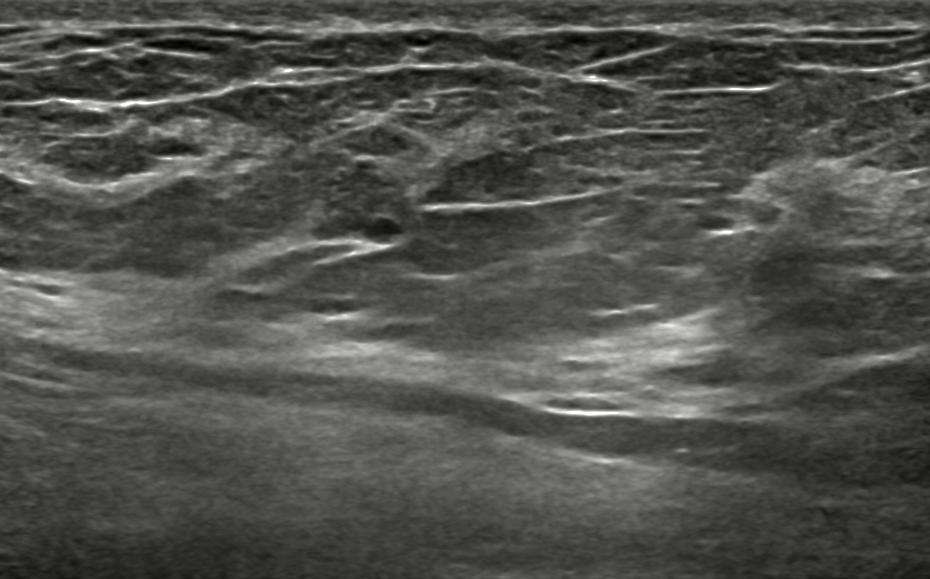
Breast US.
Breast US findings:
- echogenic halo: none
- calcifications: none
- skin thickening: none
- verification: confirmed by follow-up care
- biopsy or follow-up result: benign
- echogenicity: complex cystic/solid
- borders: circumscribed
- BI-RADS: 3
- posterior acoustic features: none
- shape: oval